Imaging: B-mode breast ultrasound.
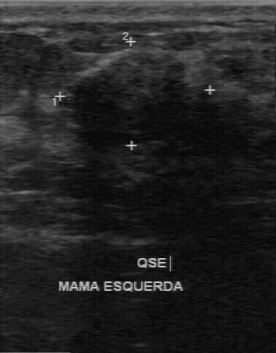
A breast lesion is seen with clear boundary, calcifications: none, regular contour, hypoechoic echo pattern.